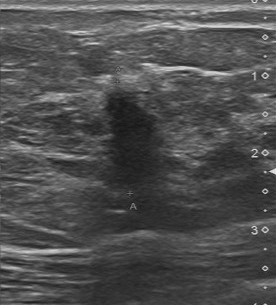
Imaging: breast ultrasound image. Acquired on Toshiba Aplio 300 @12-14 MHz.
FINDINGS: Breast ultrasound image. Contour: irregular. Calcifications: absent. BI-RADS (first reader): 4. Lesion boundary: unclear. Second-reader BI-RADS: 4B. Internal echoes: hypoechoic.